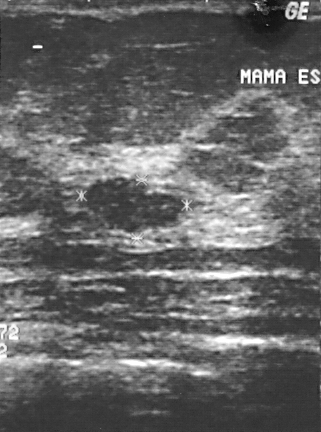
Modality: breast sonogram.
BI-RADS category: 2. Biopsy or follow-up result: benign.